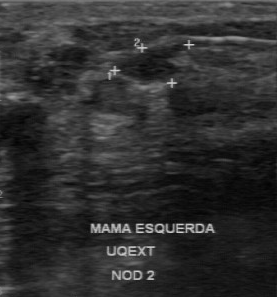
Breast US.
Finding: mass, benign on biopsy or follow-up. (BI-RADS category 4.)